Breast sonogram.
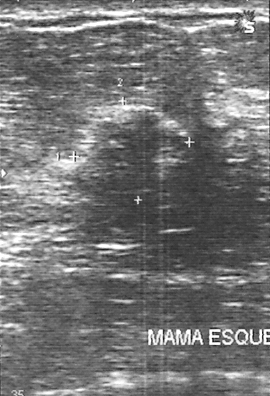
BI-RADS assessment: 4. Biopsy or follow-up result: malignant. Biopsy showed invasive ductal carcinoma.